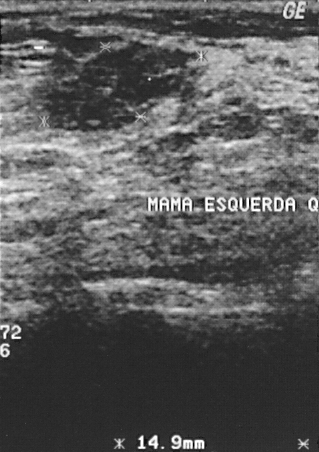
Breast ultrasound image. Acquired on GE Logiq 5 @10-12MHz.
FINDINGS: Breast ultrasound image. BI-RADS category: 3. Biopsy or follow-up result: benign.
OUTCOME ON BIOPSY OR FOLLOW-UP: benign.